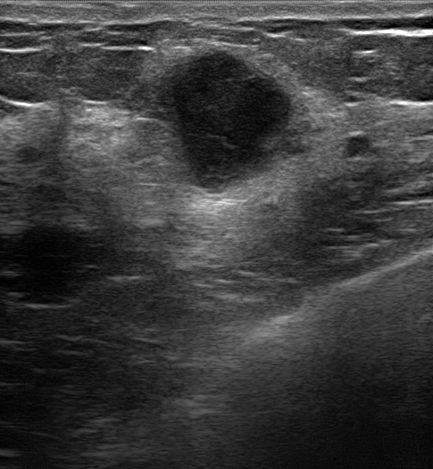
Imaging: breast US.
Lesion region of interest: top-left (171, 50), bottom-right (297, 192). The breast lesion is malignant on biopsy or follow-up.